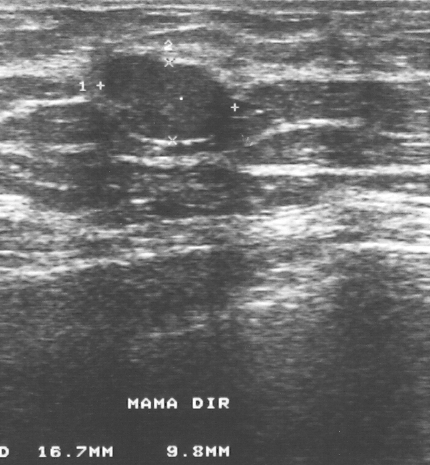
B-mode breast ultrasound. Scanner: GE Logiq 5 @10-12MHz.
FINDINGS: B-mode breast ultrasound. BI-RADS: 3. Pathology: fibroadenoma. Outcome on biopsy or follow-up: benign.
OUTCOME ON BIOPSY OR FOLLOW-UP: benign.